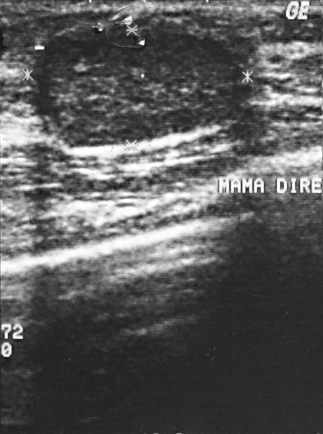
Breast ultrasound.
A mass is seen with confirmed outcome (biopsy or follow-up): benign, BI-RADS: 2.